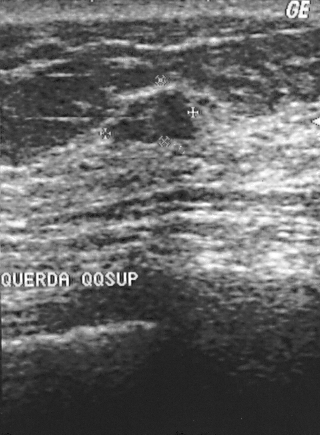
Imaging: B-mode breast ultrasound.
This B-mode breast ultrasound shows a mass. BI-RADS category 2. The biopsy result was fibrocystic changes; the mass is benign.